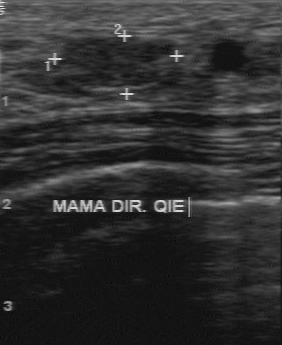
Modality: breast ultrasound scan.
The lesion is located within the bounding box top-left (62, 36), bottom-right (174, 73).